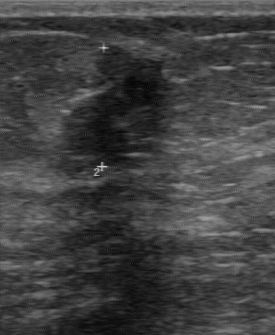
Modality: breast ultrasound image. Acquired on GE Logiq 7 @10-14MHz.
- contour: partially regular
- biopsy or follow-up result: benign
- lesion boundary: clear
- calcifications: none
- internal echoes: heterogeneous